Breast ultrasound image.
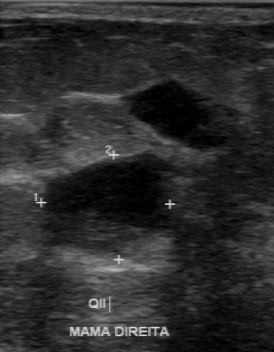
Segment the breast lesion: bounding box 39 154 178 259. The breast lesion is malignant on biopsy or follow-up.